Scanner: GE Logiq 7 @10-14MHz. Modality: breast sonogram.
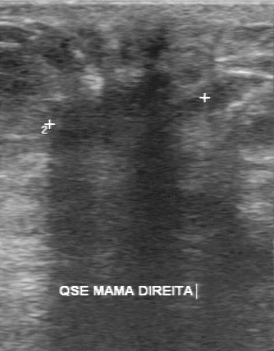
The biopsy or follow-up result is malignant. Lesion margin is irregular. Calcifications are absent. Internal echoes are heterogeneous. Boundary is unclear.